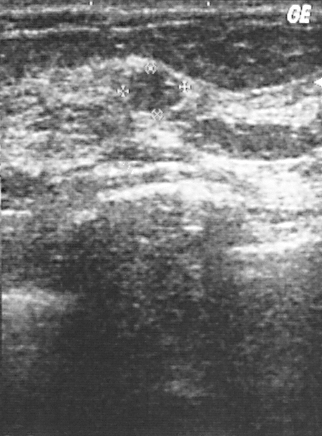
Modality: breast ultrasound scan.
Biopsy showed fibroadenoma. BI-RADS assessment: 2. This mass proved benign on biopsy or follow-up.